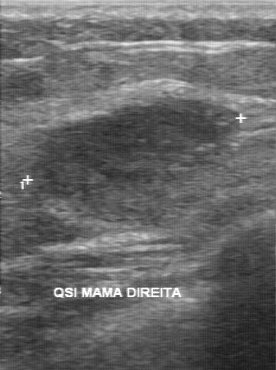
Imaging: breast ultrasound scan.
The finding was assessed as BI-RADS 4 by the original reader. On a second, independent read, a finding with a regular margin and a somewhat unclear boundary is seen; it is hypoechoic. Histopathology: invasive ductal carcinoma (malignant).